Modality: breast ultrasound.
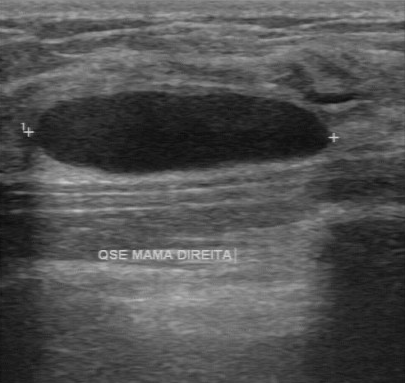
The mass demonstrates independent BI-RADS assessment: 3, clear boundary, calcifications: none, regular lesion margin.